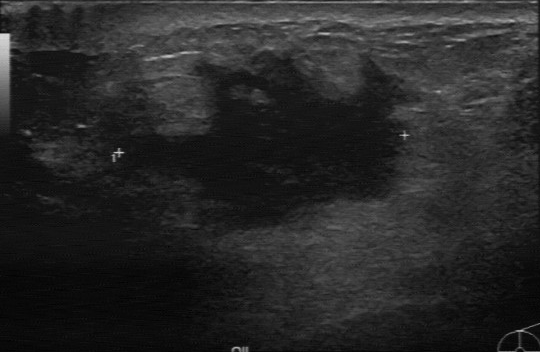
Acquired on GE Logiq 7 @10-14MHz. Imaging: breast US.
BI-RADS 4 in the original read; on a second read the margin is irregular, the boundary unclear and the mass hypoechoic. Pathology confirmed malignant invasive ductal carcinoma.